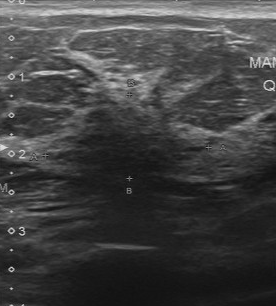
Scanner: Toshiba Aplio 300 @12-14 MHz. Modality: B-mode breast ultrasound.
The lesion demonstrates biopsy or follow-up result: benign, BI-RADS: 4.